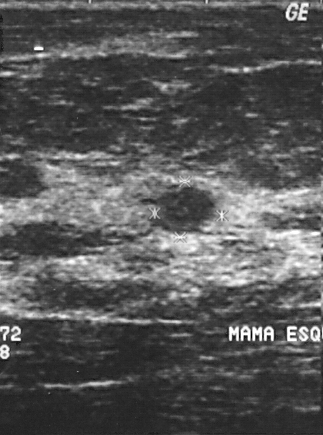
Scanner: GE Logiq 5 @10-12MHz. Imaging: breast US.
Outcome on biopsy or follow-up: benign. Assigned BI-RADS 2. The biopsy result was sclerosing adenosis.